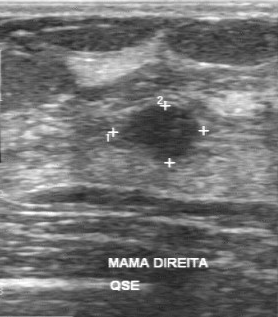
Scanner: GE Logiq 7 @10-14MHz. Breast US.
No calcifications are seen. Biopsy or follow-up result: benign. Echo pattern: hypoechoic. The BI-RADS on independent re-read is 3. Lesion boundary is clear. Contour: regular.